Scanner: GE Logiq 5 @10-12MHz. Breast US.
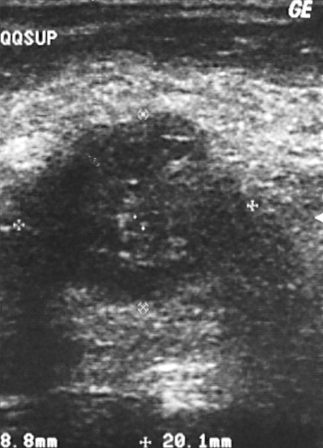
This breast US shows a lesion. It was assessed as BI-RADS 5. The biopsy result was invasive ductal carcinoma; the lesion is malignant.